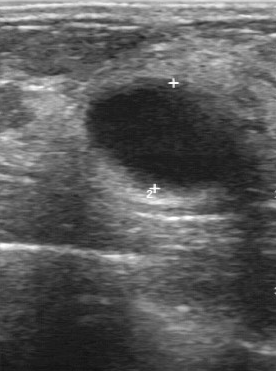
Breast sonogram.
Independent BI-RADS assessment: 3. Lesion boundary is clear. Echo pattern is hypoechoic. Contour: regular. There are no calcifications. Original BI-RADS: 2. Outcome on biopsy or follow-up: benign.